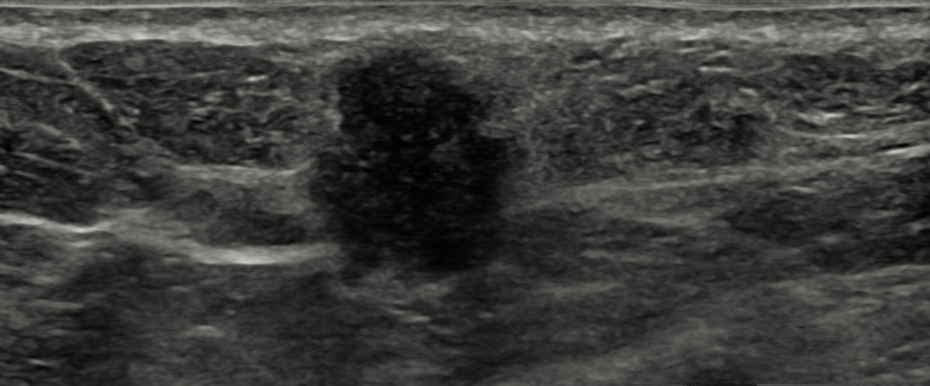
Modality: breast sonogram.
Segment the breast lesion: bounding box 312 44 512 292. BI-RADS 4B.